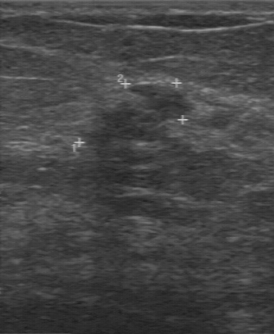
Breast US. Scanner: GE Logiq 7 @10-14MHz.
This breast US shows a lesion with irregular margin, unclear lesion boundary, slightly hypoechoic internal echoes, BI-RADS on independent re-read: 4A, pathology: invasive ductal carcinoma.